Scanner: Toshiba Aplio 300 @12-14 MHz. Imaging: breast ultrasound image.
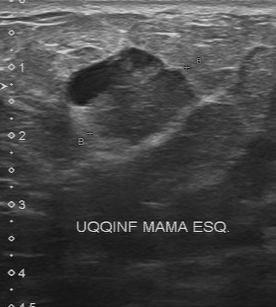
Breast ultrasound image findings:
- lesion boundary: fairly clear
- calcifications: absent
- lesion margin: partially regular
- internal echoes: mixed cystic and solid